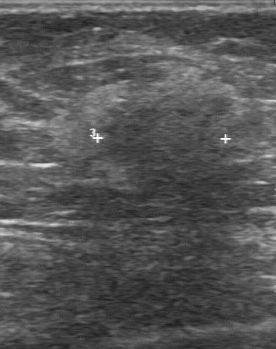
Breast sonogram.
Biopsy or follow-up result: malignant. BI-RADS 5.